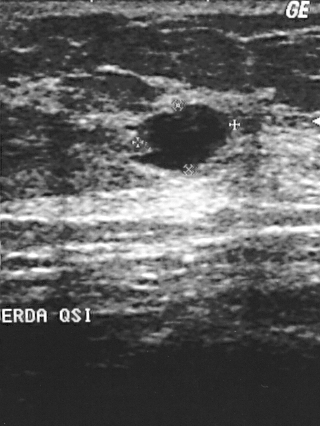
Breast ultrasound scan. Scanner: GE Logiq 5 @10-12MHz.
This breast ultrasound scan shows a mass. Assessment: BI-RADS 2. The biopsy result was cyst; the mass is benign.